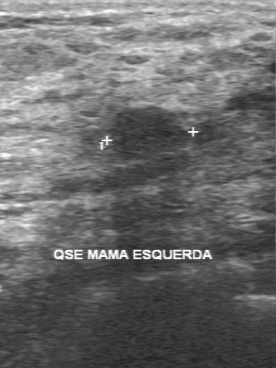
Modality: breast ultrasound scan. Acquired on GE Logiq 7 @10-14MHz.
The breast lesion occupies approximately 113 108 188 161. BI-RADS 3.